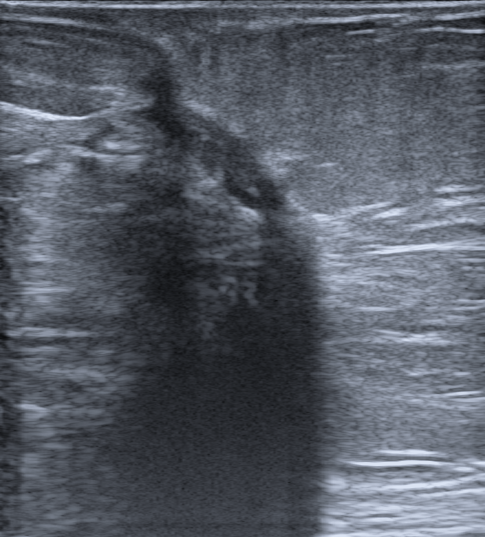
Imaging: breast ultrasound. Background tissue composition: heterogeneous: predominantly fat.
Pixel coordinates (x1, y1, x2, y2): Lesion bounding box: (116,9)-(299,215).